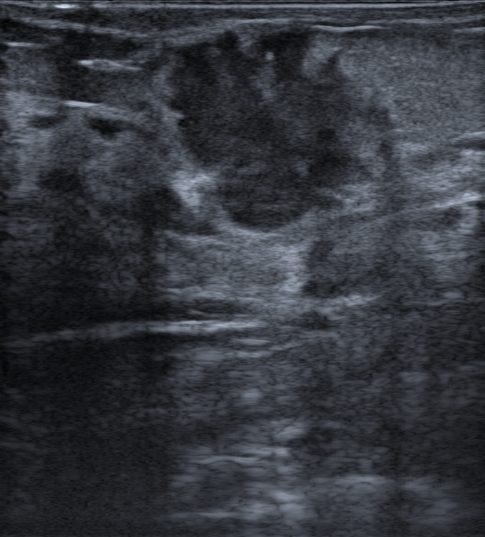
Imaging: breast ultrasound scan.
Shape: irregular.
Margin: not circumscribed, spiculated, microlobulated and indistinct.
Its echo pattern is hypoechoic.
There is no skin thickening.
No posterior acoustic features are seen.
No calcifications are seen.
An echogenic halo is present.
Biopsy or follow-up result: malignant.
BI-RADS assessment: 4C.
Histopathology: Invasive carcinoma of no special type (NST).